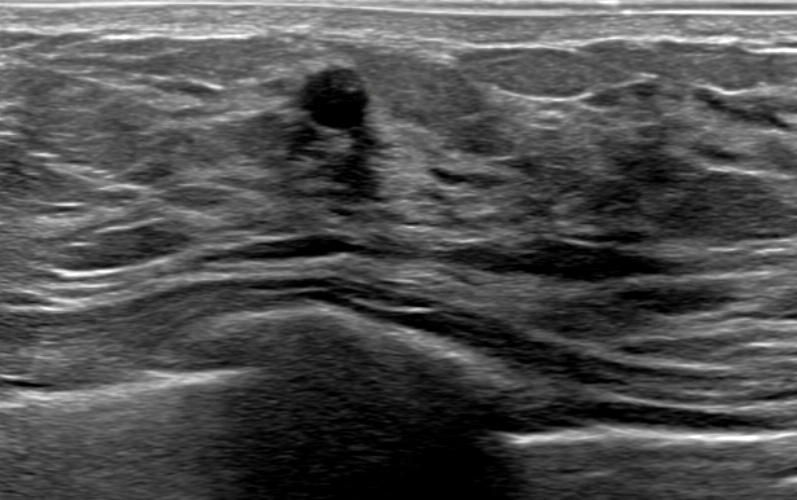
Imaging: breast ultrasound scan.
Coordinates are pixels in the 797x500 image. The lesion is located within the bounding box top-left (303, 66), bottom-right (368, 134).